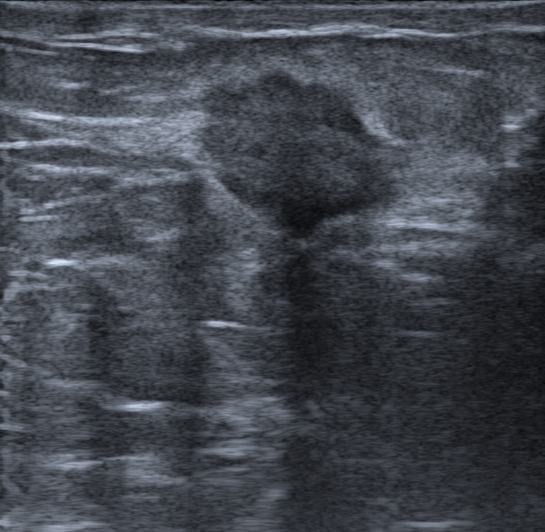
Breast ultrasound.
The mass demonstrates posterior acoustic features: shadowing, hypoechoic echogenicity, echogenic halo: present, not circumscribed - microlobulated and indistinct borders, differential: Suspicion of malignancy, skin thickening: none, BI-RADS category: 5.